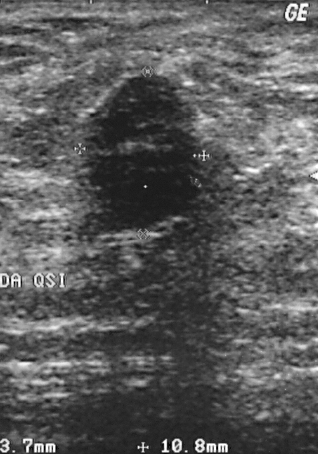
Modality: B-mode breast ultrasound.
Outcome on biopsy or follow-up: benign. Biopsy showed fibroadenoma, a benign finding. The mass is assessed as BI-RADS 4.